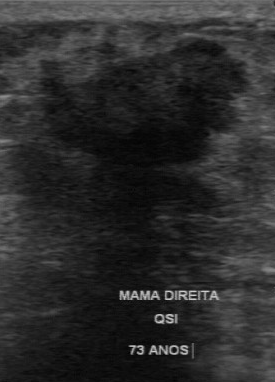
Imaging: breast sonogram.
The lesion was categorized BI-RADS 4 in the original read. A second reader, independent of the original assessment, describes a hypoechoic lesion with an irregular margin; the boundary is unclear. Calcifications: none. Pathology confirmed malignant invasive ductal carcinoma.